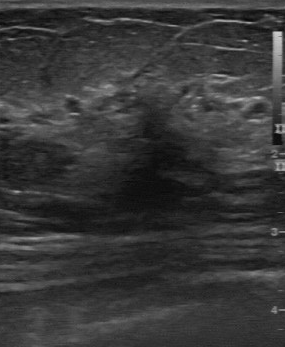
Imaging: breast ultrasound scan.
The original reader assigned BI-RADS 4. Findings on the second read (an independent reader): a slightly hypoechoic lesion, margin irregular, boundary unclear. There are multiple calcifications. The biopsy result was hyperplasia; the lesion is benign.